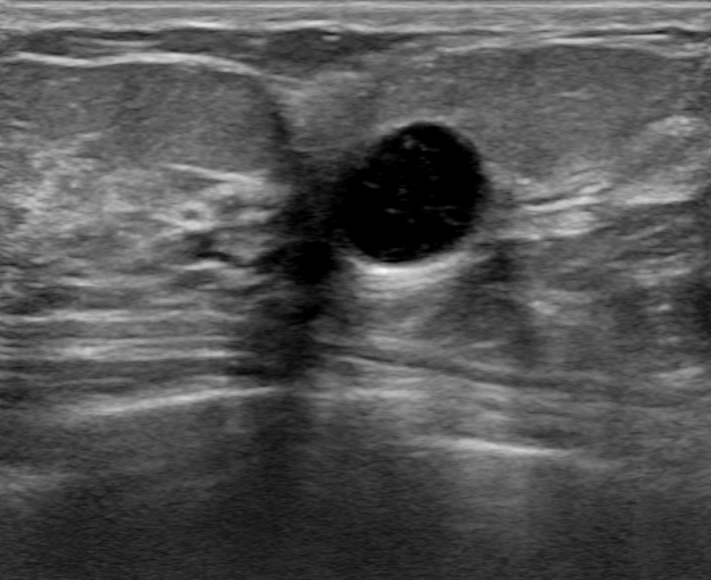
Imaging: breast ultrasound image.
Segment the finding: bounding box top-left (336, 123), bottom-right (487, 265).